Background tissue composition: heterogeneous: predominantly fibroglandular. Imaging: breast ultrasound.
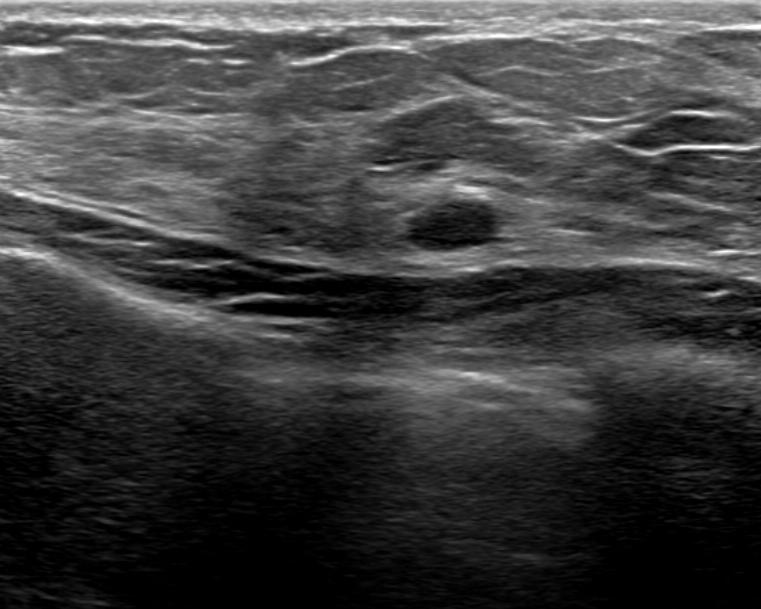
An oval, hypoechoic breast lesion with a circumscribed margin is seen. There is posterior acoustic enhancement. Skin thickening: none. BI-RADS 2; benign on biopsy or follow-up. Differential on reading: Cyst filled with thick fluid. Verification: follow-up care.